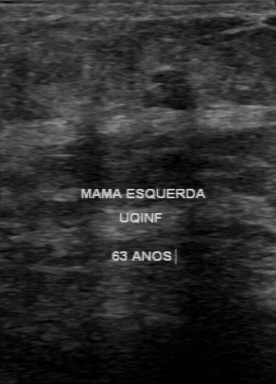
B-mode breast ultrasound.
BI-RADS 3 in the original read. On a second, independent read, a finding with a regular margin and a clear boundary is seen; it is hypoechoic. Calcifications: none. The biopsy result was fibroadenoma; the finding is benign.